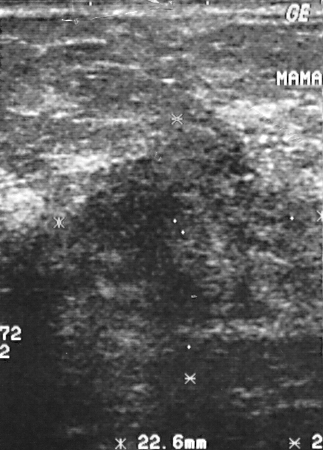
Modality: breast US.
The breast lesion is assessed as BI-RADS 5. This breast lesion proved malignant on biopsy or follow-up. Histopathology: invasive ductal carcinoma.